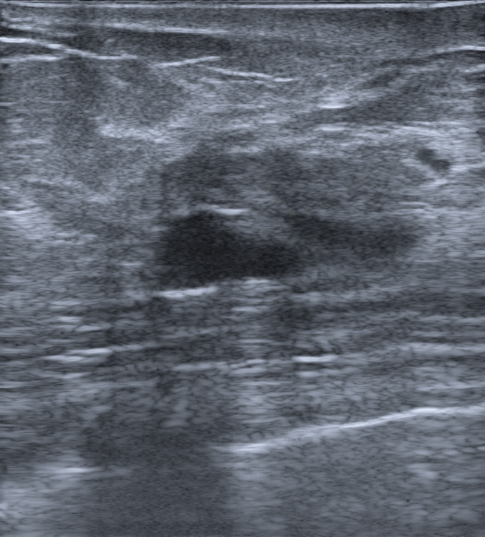
Imaging: breast ultrasound. Background tissue composition: heterogeneous: predominantly fibroglandular.
Coordinates are pixels in the 485x537 image. Finding bounding box: [125, 127, 452, 295].